Breast ultrasound image.
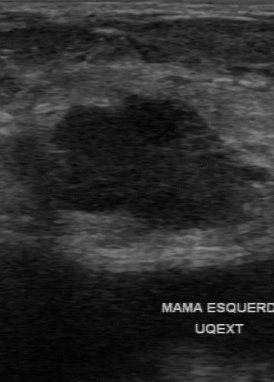
Coordinates are pixels in the 274x382 image. The mass occupies approximately [48, 94, 258, 238].